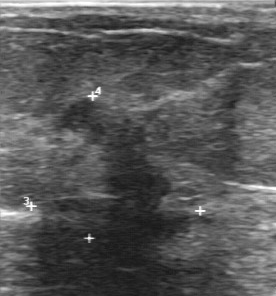
Acquired on GE Logiq 7 @10-14MHz. Imaging: B-mode breast ultrasound.
The lesion is malignant on biopsy or follow-up.